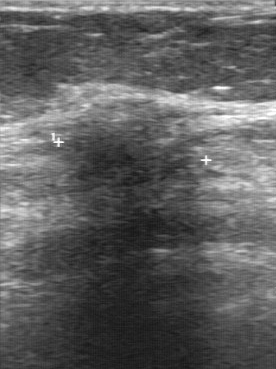
Breast ultrasound image.
Outcome on biopsy or follow-up: malignant. BI-RADS 5.